Modality: breast sonogram.
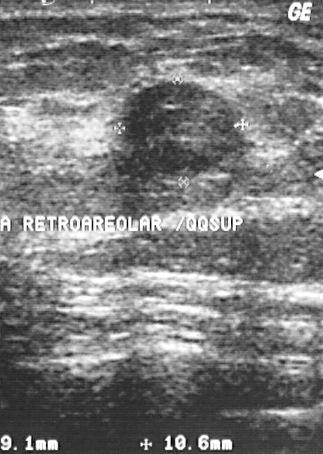
Breast lesion bounding box: x1=130, y1=81, x2=241, y2=172.